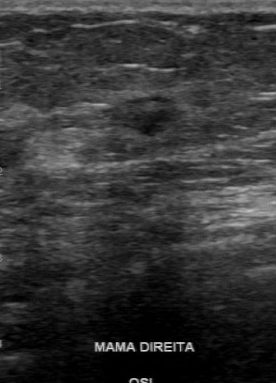
Scanner: GE Logiq 7 @10-14MHz. Breast ultrasound scan.
Finding bounding box: x1=102, y1=95, x2=185, y2=160. The finding is malignant on biopsy or follow-up.